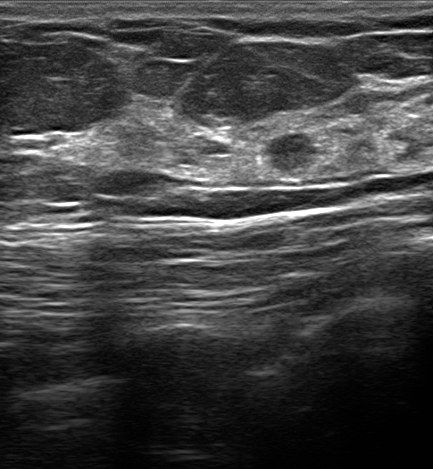
Imaging: breast US.
Findings: an irregular finding of hypoechoic echotexture with indistinct margins. No posterior acoustic features are seen. Echogenic halo: absent. BI-RADS 4B; benign on biopsy or follow-up. Radiologic interpretation: Suspicion of malignancy; Dysplasia; Fibroadenoma; Intraductal papilloma. Histopathology: Benign mammary dysplasia.